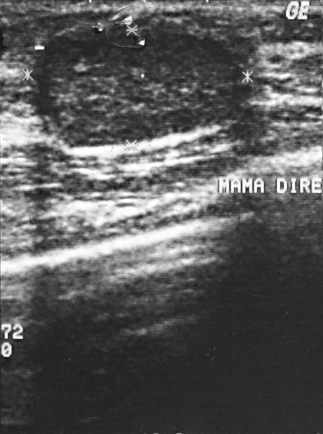
Modality: breast US.
Lesion: benign on biopsy or follow-up. BI-RADS 2.